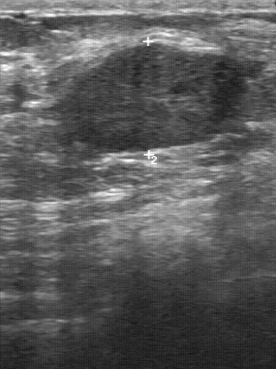
Modality: breast US.
The mass was assessed as BI-RADS 3 by the original reader. A second, independent read describes the mass as follows. The mass has a regular margin. Its boundary is fairly clear. The mass is slightly hypoechoic. No calcifications are seen. Histopathology: fibroadenoma (benign).